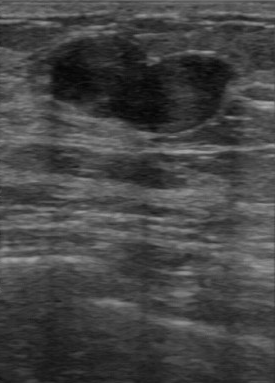
Modality: breast ultrasound image.
Lesion boundary is clear. Calcifications are absent. Internal echoes: hypoechoic. Confirmed outcome (biopsy or follow-up): benign. Margin is regular.